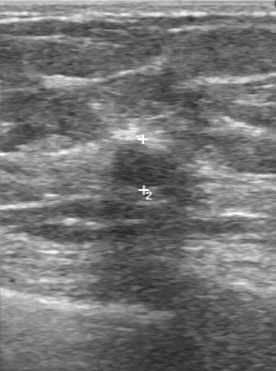
Modality: breast sonogram.
A finding is seen with partially regular lesion margin, slightly hypoechoic echo pattern, biopsy or follow-up result: benign, fairly clear boundary, calcifications: none.